Background tissue composition: heterogeneous: predominantly fat. Patient age: 56. Modality: B-mode breast ultrasound.
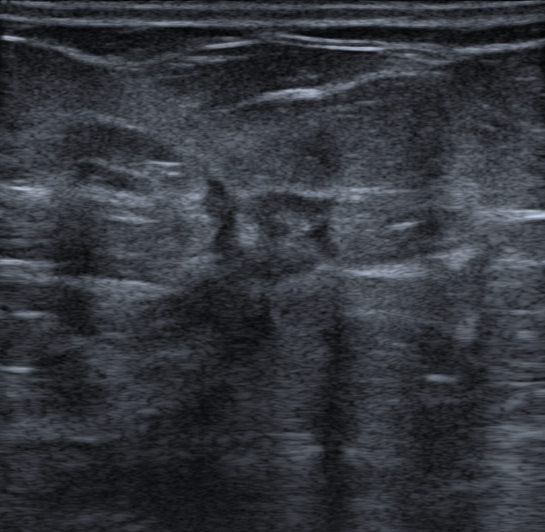
Lesion characteristics:
- skin thickening: none
- radiologic interpretation: Suspicion of malignancy
- BI-RADS assessment: 5
- echo pattern: hypoechoic
- calcifications: none
- echogenic halo: present
- margin: not circumscribed - spiculated and angular
- histopathology: Invasive carcinoma of no special type (NST)